Breast sonogram.
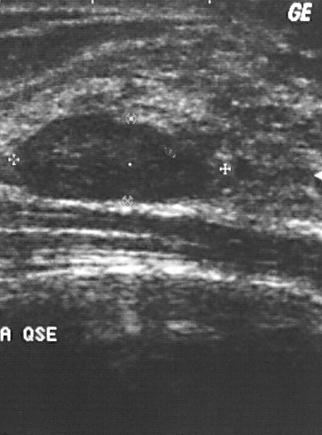
This breast sonogram shows a lesion. BI-RADS category 2. Histopathology: fibroadenoma (benign).